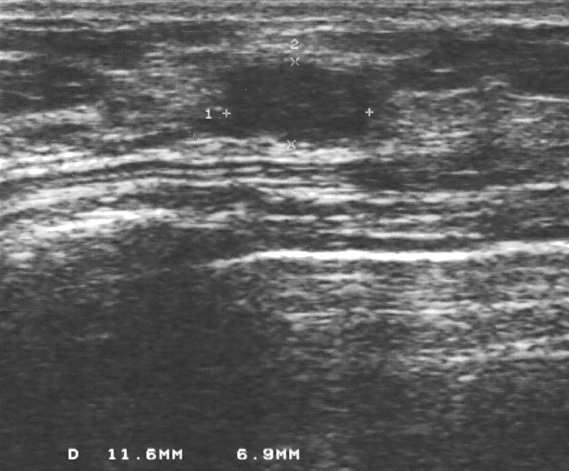
Imaging: breast ultrasound image.
Histopathology: fibrocystic changes.
Assigned BI-RADS 3.
The finding is benign on biopsy or follow-up.